Acquired on GE Logiq 5 @10-12MHz. Imaging: breast ultrasound scan.
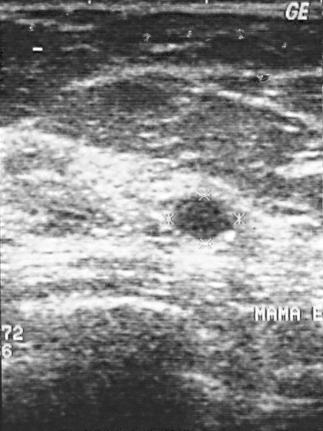
Pixel coordinates (x1, y1, x2, y2): Segment the breast lesion: bounding box top-left (173, 196), bottom-right (230, 239). The breast lesion is benign on biopsy or follow-up.